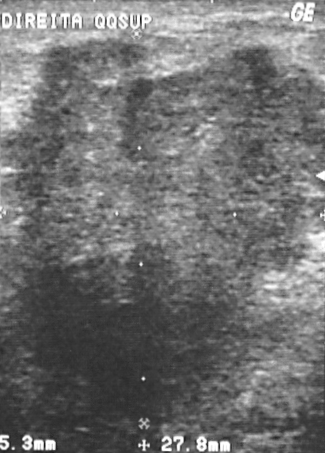
Imaging: breast sonogram. Acquired on GE Logiq 5 @10-12MHz.
BI-RADS is 5. Biopsy result is invasive ductal carcinoma.